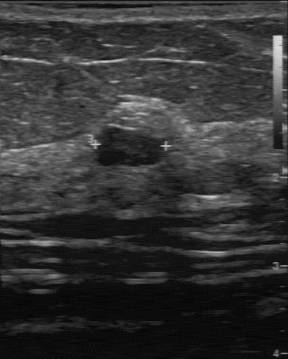
Modality: breast ultrasound scan. Acquired on GE Logiq 7 @10-14MHz.
Coordinates are pixels in the 288x359 image. Lesion region of interest: 93 124 167 168.